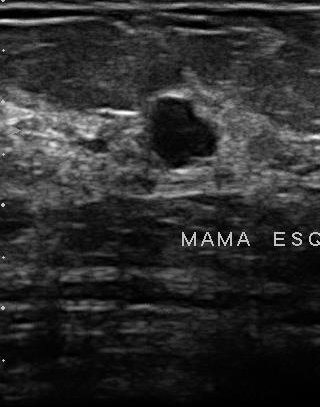
Breast ultrasound.
There are no calcifications. The BI-RADS (second read) is 3. The internal echoes are hypoechoic. The margin is partially regular.